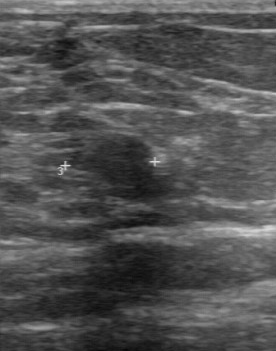
Modality: breast US.
Pixel coordinates (x1, y1, x2, y2): Segment the mass: bounding box [71, 135, 164, 199].